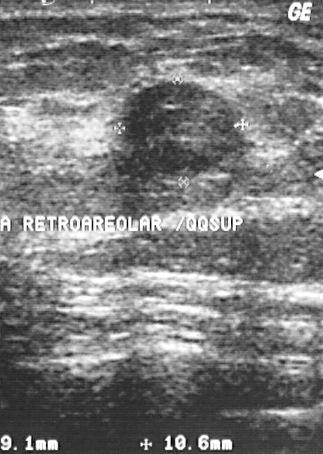
Modality: breast US.
The mass is assessed as BI-RADS 2. Histopathology: fibroadenoma (benign).